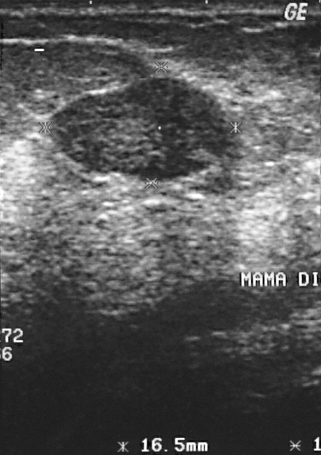
Modality: B-mode breast ultrasound.
BI-RADS assessment: 2. The biopsy result was cyst. Outcome on biopsy or follow-up: benign.